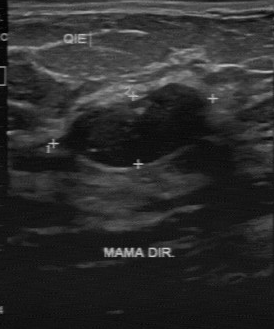
Imaging: breast ultrasound.
A mass is seen with biopsy or follow-up result: benign, BI-RADS assessment: 3.